Modality: breast ultrasound scan.
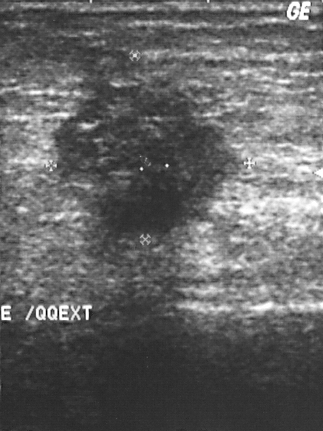
Lesion region of interest: (49, 56) to (248, 234). The breast lesion is malignant on biopsy or follow-up. BI-RADS 5.